Imaging: breast ultrasound image.
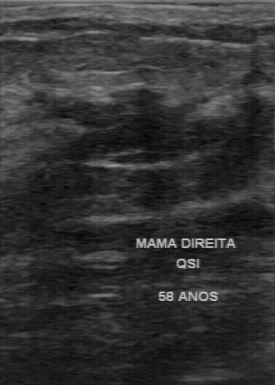
FINDINGS: Breast ultrasound image. Lesion boundary: somewhat unclear. Calcifications: absent. Internal echoes: hypoechoic. Lesion margin: partially regular.